Modality: B-mode breast ultrasound.
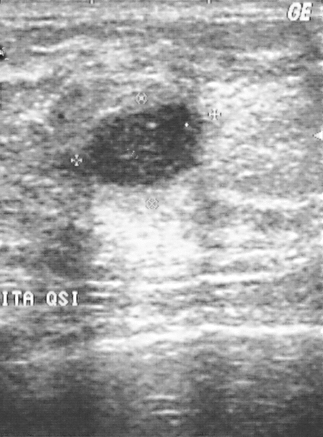
A lesion is seen with BI-RADS: 2, outcome on biopsy or follow-up: benign.